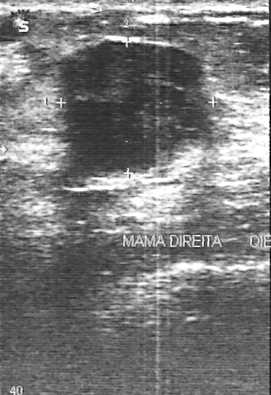
Imaging: breast sonogram.
Histopathology: fibroadenoma. Outcome on biopsy or follow-up: benign. BI-RADS category 4.